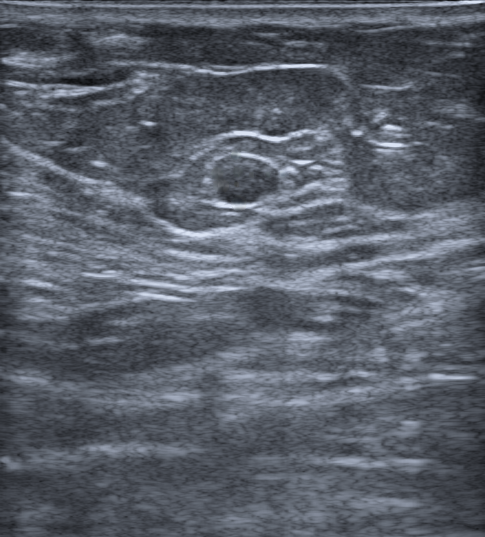
Age 75. Breast sonogram.
The mass is oval and hypoechoic; its margin is circumscribed. Posterior features: none. Skin thickening: none. Calcifications: none. BI-RADS 2; benign on biopsy or follow-up. Differential on reading: Intramammary lymph node.